Imaging: B-mode breast ultrasound. Acquired on GE Logiq 7 @10-14MHz.
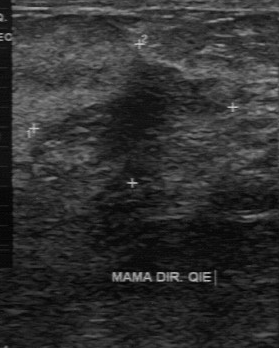
The mass demonstrates BI-RADS: 4, confirmed outcome (biopsy or follow-up): benign.